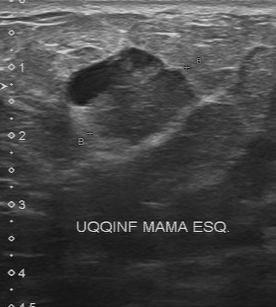
Modality: B-mode breast ultrasound.
The finding demonstrates BI-RADS (first reader): 4, independent BI-RADS assessment: 4A.